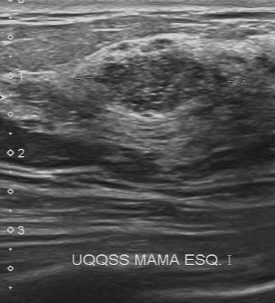
Breast US.
Breast lesion: benign on biopsy or follow-up. (BI-RADS category 4.)